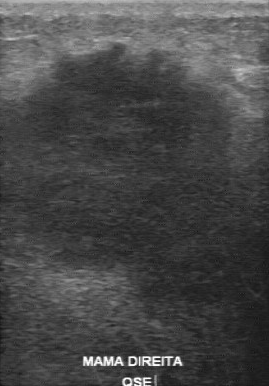
Imaging: breast ultrasound scan.
The mass demonstrates unclear lesion boundary, irregular contour, second-reader BI-RADS: 4C, original BI-RADS: 5.